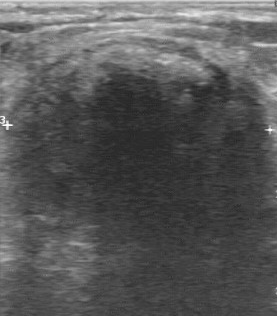
Breast sonogram. Acquired on GE Logiq 7 @10-14MHz.
FINDINGS: Breast sonogram. Lesion boundary: clear. Confirmed outcome (biopsy or follow-up): benign. Calcifications: absent. BI-RADS (second read): 3.